Breast ultrasound image.
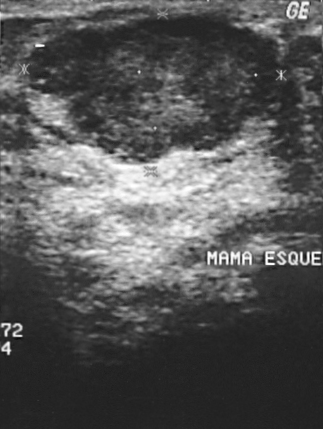
Finding: lesion, malignant on biopsy or follow-up. BI-RADS 4.